Modality: breast ultrasound image.
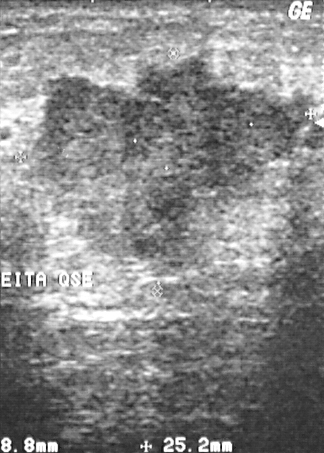
This breast ultrasound image shows a lesion with biopsy or follow-up result: malignant, BI-RADS assessment: 5.